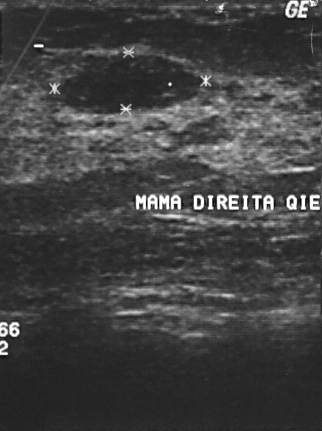
Modality: breast US.
Lesion: benign on biopsy or follow-up.